Modality: breast sonogram. Scanner: GE Logiq 7 @10-14MHz.
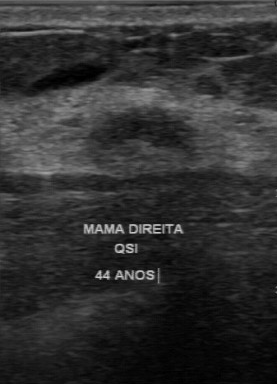
Finding: breast lesion, benign on biopsy or follow-up.